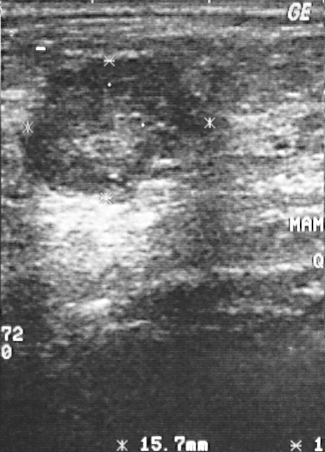
Modality: breast sonogram.
Finding: breast lesion, benign on biopsy or follow-up. (BI-RADS category 4.)